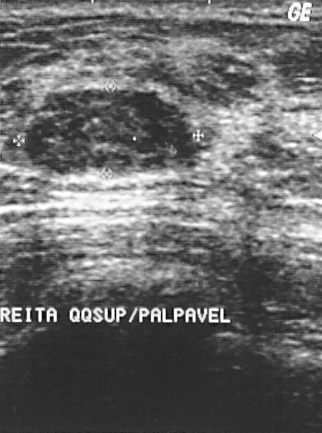
Imaging: breast ultrasound. Scanner: GE Logiq 5 @10-12MHz.
The outcome on biopsy or follow-up is benign. The biopsy result is fibroadenoma. BI-RADS category: 2.